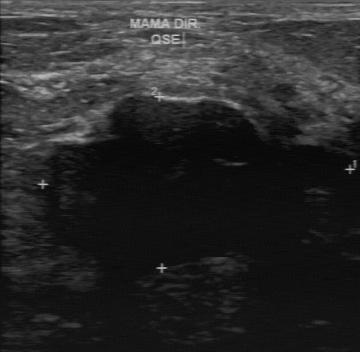
Imaging: breast ultrasound image.
BI-RADS 3 in the original read; on a second read the margin is irregular, the boundary unclear and the mass hypoechoic. There are no calcifications. Pathology confirmed benign fibroadenoma.